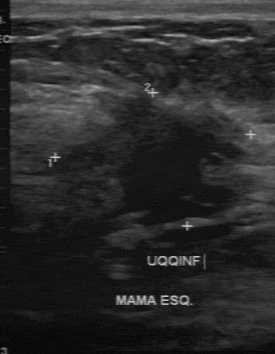
Modality: breast US.
Pixel coordinates (x1, y1, x2, y2): Breast lesion bounding box: [46, 93, 254, 232].